Modality: B-mode breast ultrasound.
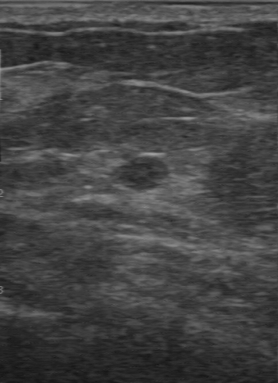
FINDINGS: Biopsy or follow-up result: malignant. BI-RADS assessment: 3.
OUTCOME ON BIOPSY OR FOLLOW-UP: malignant.